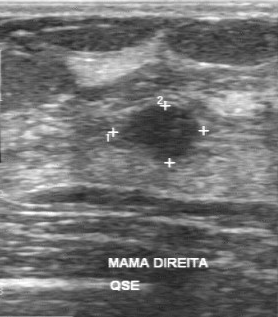
Imaging: breast ultrasound.
BI-RADS 2 in the original read. Descriptors from an independent second read (not the reader who assigned the category): Margin: regular. Its boundary is clear. Echo pattern: hypoechoic. Calcifications: none. Biopsy showed fibroadenoma, a benign finding.